Breast US.
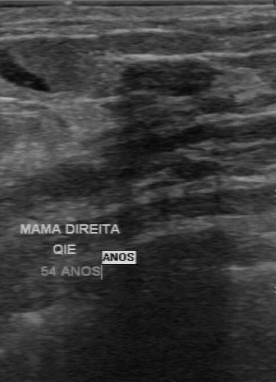
Pixel coordinates (x1, y1, x2, y2): Lesion region of interest: [120, 58, 215, 96]. BI-RADS 3.